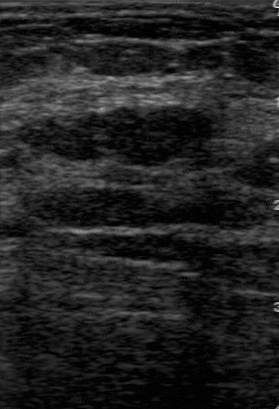
Modality: breast sonogram. Scanner: GE Logiq 7 @10-14MHz.
(coordinates in a 279x409 pixel frame) The mass is located within the bounding box 99 105 213 166.